Modality: breast ultrasound scan.
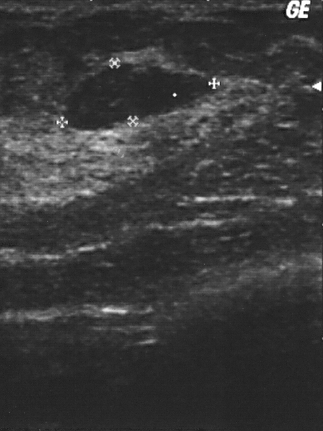
(coordinates in a 323x431 pixel frame) Mass bounding box: top-left (63, 64), bottom-right (209, 131).